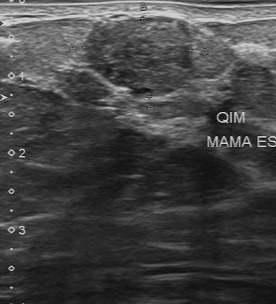
Breast US.
The breast lesion was categorized BI-RADS 3 in the original read. Descriptors from an independent second read (not the reader who assigned the category): Boundary: clear. Echo pattern: slightly hypoechoic. Calcification is suspected. Margin: regular. Histopathology: fibroadenoma (benign).